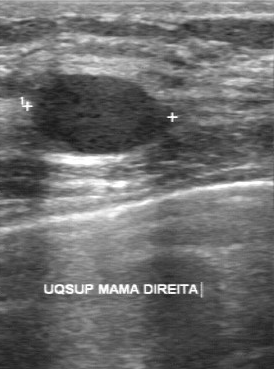
Imaging: B-mode breast ultrasound.
The mass was categorized BI-RADS 2 in the original read. On a second, independent read, a mass with a regular margin and a clear boundary is seen; it is hypoechoic. Pathology confirmed benign cyst.